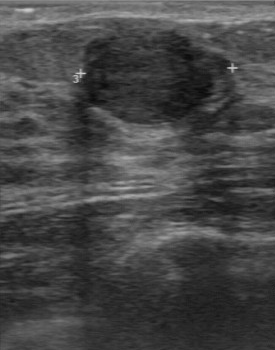
Modality: breast US. Scanner: GE Logiq 7 @10-14MHz.
This breast US shows a lesion with BI-RADS assessment: 2.